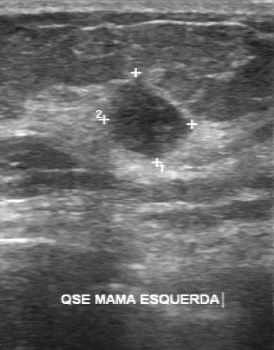
Modality: breast ultrasound scan.
Biopsy or follow-up result: malignant. BI-RADS 4.